Scanner: GE Logiq 5 @10-12MHz. Breast US.
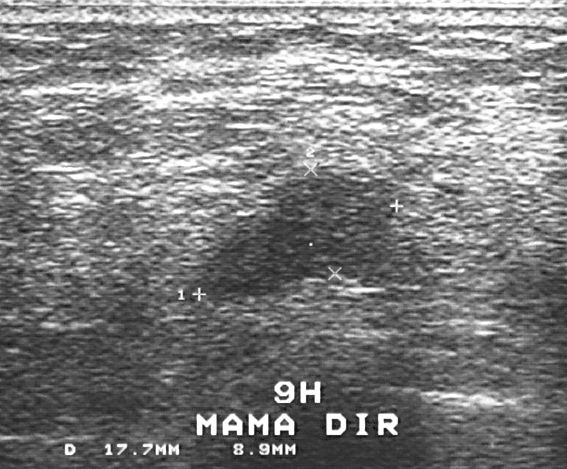
BI-RADS category: 3. Outcome on biopsy or follow-up: benign.
OUTCOME ON BIOPSY OR FOLLOW-UP: benign.